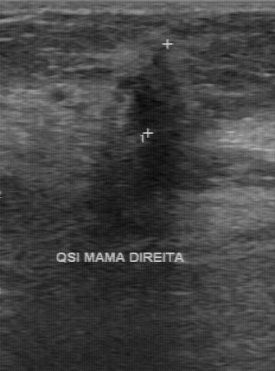
Modality: B-mode breast ultrasound.
Lesion characteristics:
- independent BI-RADS assessment: 4B